Breast US.
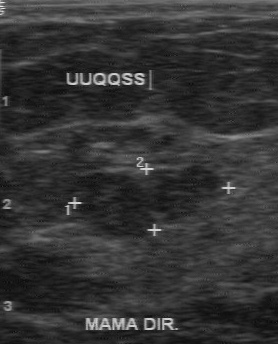
Contour: regular. Confirmed outcome (biopsy or follow-up) is benign. Second-reader BI-RADS: 3. BI-RADS (first reader): 3. Calcifications are absent.